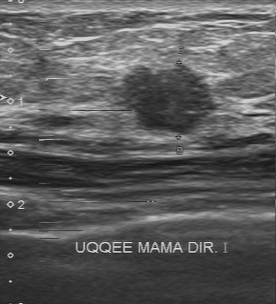
Modality: breast US.
The original reader assigned BI-RADS 4. A second, independent read describes the finding as follows. The finding has a partially regular margin. Calcification is suspected. The lesion boundary is somewhat unclear. Echo pattern: hypoechoic. Histopathology: invasive ductal carcinoma (malignant).